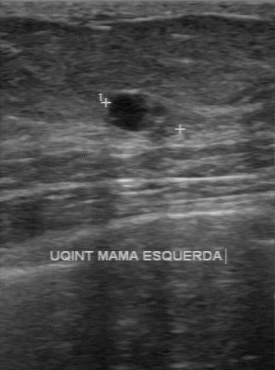
Modality: breast ultrasound scan.
FINDINGS: Calcifications: none. BI-RADS (second read): 4A. Lesion boundary: clear. Margin: partially regular. Outcome on biopsy or follow-up: benign. Internal echoes: hypoechoic.
OUTCOME ON BIOPSY OR FOLLOW-UP: benign.